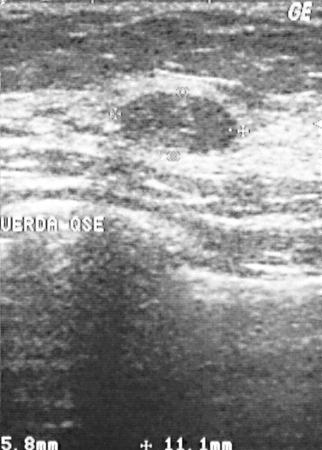
Acquired on GE Logiq 5 @10-12MHz. Modality: breast ultrasound scan.
Outcome on biopsy or follow-up: benign.